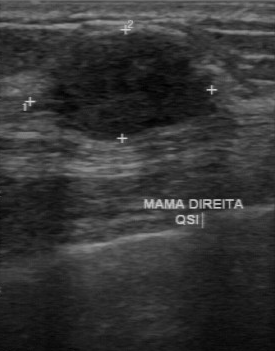
Breast ultrasound image.
The mass was categorized BI-RADS 4 in the original read. On a second, independent read, a mass with a regular margin and a clear boundary is seen; it is hypoechoic. Histopathology: invasive ductal carcinoma (malignant).